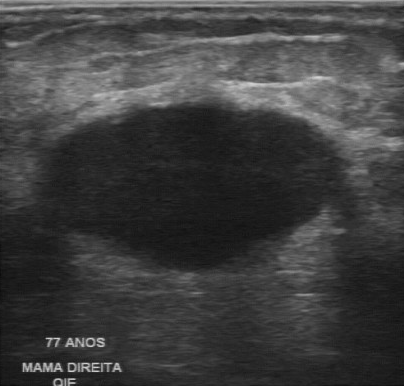
Modality: breast sonogram.
Finding: mass, malignant on biopsy or follow-up. (BI-RADS category 4.)